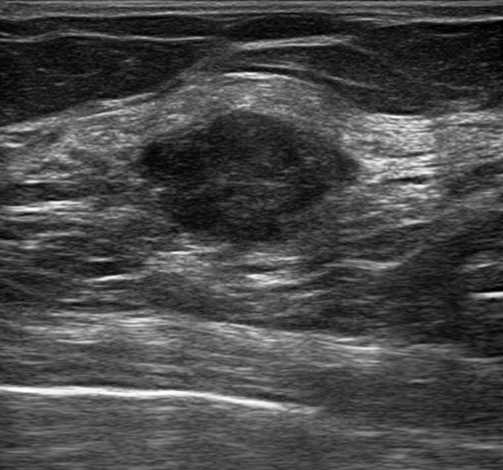
Imaging: breast ultrasound image.
Echogenicity: hypoechoic. It has an irregular shape. Margin: circumscribed. No calcifications are seen. There are no posterior acoustic features. Skin thickening: none. There is no echogenic halo. The mass is assessed as BI-RADS 4B. The mass is malignant on biopsy or follow-up. Radiologic interpretation: Suspicion of malignancy; Fibroadenoma; Intraductal papilloma.